Modality: breast ultrasound.
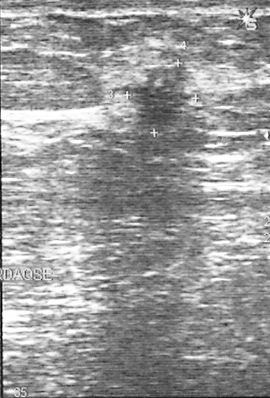
Breast lesion: malignant on biopsy or follow-up. (BI-RADS category 4.)